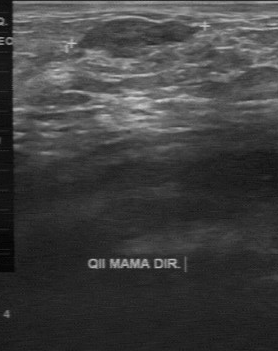
Acquired on GE Logiq 7 @10-14MHz. Modality: breast ultrasound.
Original-read BI-RADS category: 3. A second reader, independent of the original assessment, describes a slightly hypoechoic finding with a partially regular margin; the boundary is fairly clear. The biopsy result was sclerosing adenosis; the finding is benign.